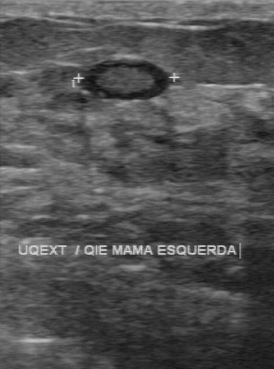
Imaging: breast ultrasound.
This breast ultrasound shows a mass with BI-RADS assessment: 2, histopathology: fibroadenoma.